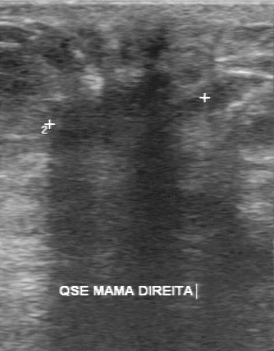
Imaging: breast ultrasound image.
Coordinates are pixels in the 274x351 image. Breast lesion bounding box: (30,22)-(206,165). BI-RADS 5.